Scanner: GE Logiq 5 @10-12MHz. Breast ultrasound image.
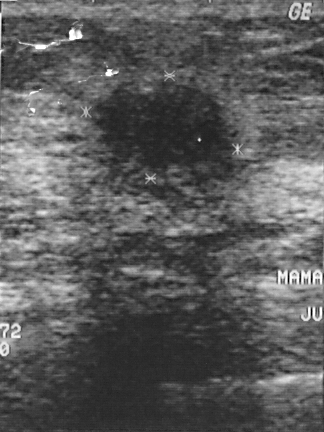
Pathology confirmed invasive ductal carcinoma. BI-RADS category 4. This mass proved malignant on biopsy or follow-up.